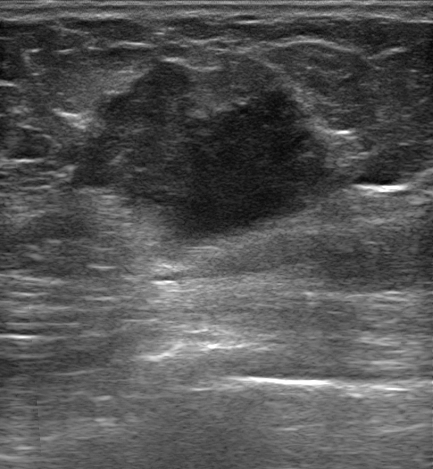
Modality: breast ultrasound.
Coordinates are pixels in the 433x469 image. Lesion region of interest: top-left (65, 59), bottom-right (355, 249).